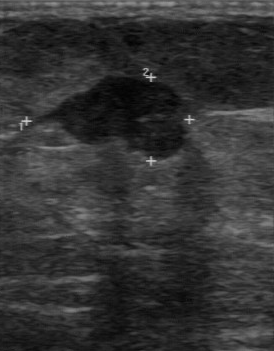
Modality: breast US.
The mass was assessed as BI-RADS 4 by the original reader. Descriptors from an independent second read (not the reader who assigned the category): Margin: partially regular. The lesion boundary is somewhat unclear. Echo pattern: hypoechoic. Calcifications: suspected. The biopsy result was invasive ductal carcinoma; the mass is malignant.